Acquired on GE Logiq 7 @10-14MHz. Breast ultrasound.
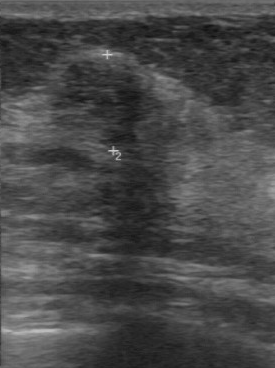
This breast ultrasound shows a lesion with clear boundary, independent BI-RADS assessment: 3, calcifications: none, BI-RADS (first reader): 4.